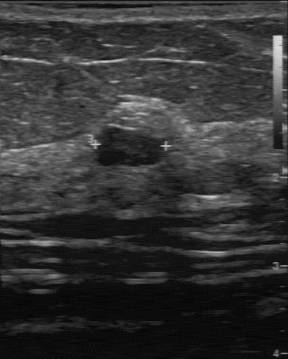
Imaging: breast ultrasound scan.
Lesion margin is regular. The echo pattern is hypoechoic. Calcifications are absent. Second-reader BI-RADS: 3. BI-RADS (first reader): 4. Lesion boundary: clear.